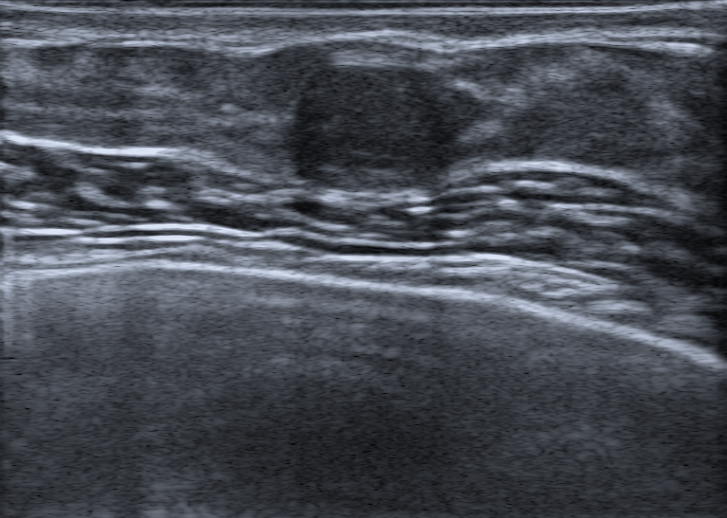
Modality: breast US.
Outcome on biopsy or follow-up: benign. (BI-RADS category 4A.)